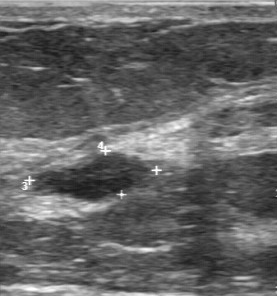
Breast ultrasound scan.
Margin: partially regular. BI-RADS (first reader): 3. Biopsy result: fibroadenoma. BI-RADS (second read): 3. Biopsy or follow-up result: benign.